Imaging: breast ultrasound scan.
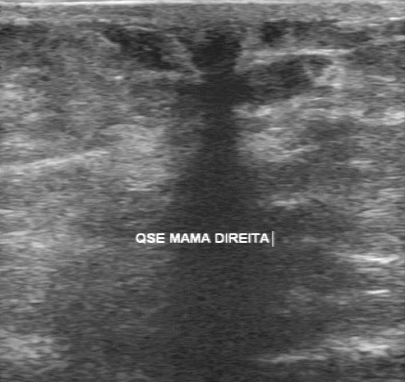
The lesion is malignant on biopsy or follow-up.